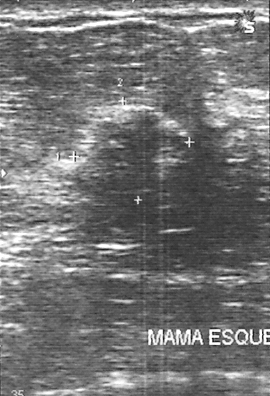
Breast ultrasound. Scanner: GE Logiq 5 @10-12MHz.
A mass is seen. It was assessed as BI-RADS 4. Pathology confirmed malignant invasive ductal carcinoma.